Imaging: B-mode breast ultrasound.
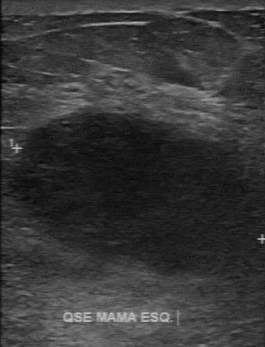
The mass was assessed as BI-RADS 4 by the original reader. A second reader, independent of the original assessment, describes a hypoechoic mass with a regular margin; the boundary is fairly clear. Biopsy showed invasive ductal carcinoma, a malignant finding.